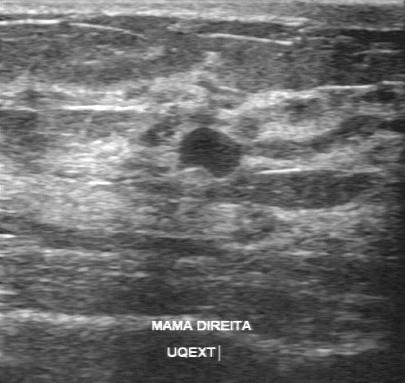
Imaging: breast sonogram.
A breast lesion is seen with BI-RADS category: 3.